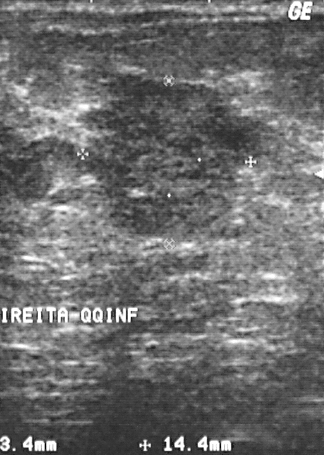
Imaging: B-mode breast ultrasound.
Outcome on biopsy or follow-up: malignant.